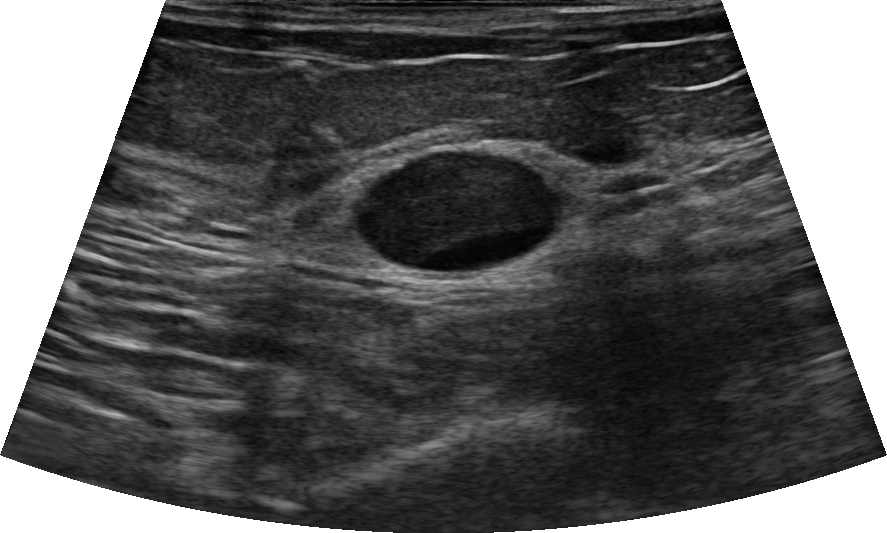
Modality: breast sonogram.
The breast lesion is oval and heterogeneous; its margin is circumscribed. No posterior acoustic features are seen. There is no skin thickening. There are no calcifications. BI-RADS 4A; outcome on biopsy or follow-up: benign. Biopsy confirmed simple cyst.